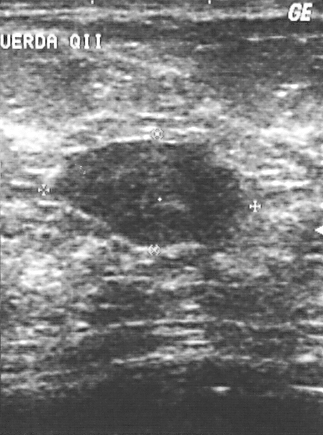
Modality: B-mode breast ultrasound. Scanner: GE Logiq 5 @10-12MHz.
This B-mode breast ultrasound shows a lesion. Assessment: BI-RADS 3. Pathology confirmed benign fibroadenoma.